Background tissue composition: heterogeneous: predominantly fat. Modality: breast ultrasound scan.
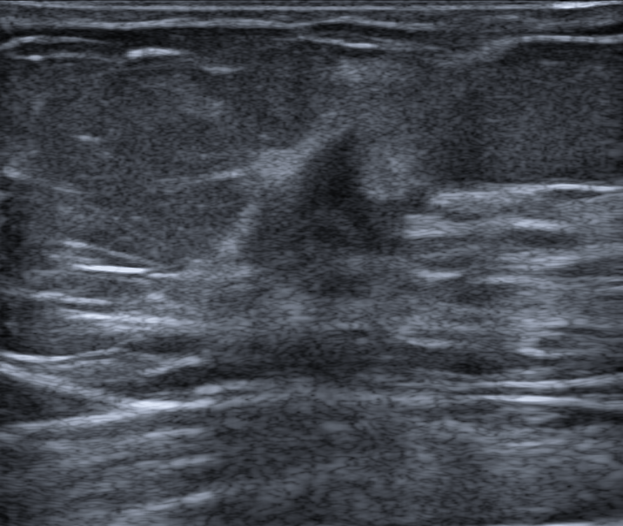
This breast ultrasound scan shows a mass with skin thickening: none, irregular lesion shape, BI-RADS category: 4C, posterior acoustic features: absent, hypoechoic echotexture, biopsy result: Invasive carcinoma of no special type (NST), not circumscribed - spiculated and angular and microlobulated and indistinct borders, calcifications: none, outcome on biopsy or follow-up: malignant, radiologic interpretation: Suspicion of malignancy.